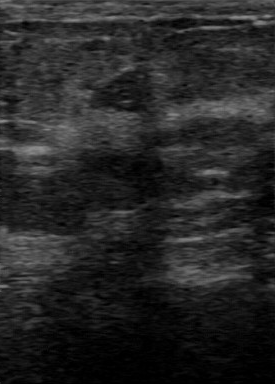
Modality: B-mode breast ultrasound.
B-mode breast ultrasound findings:
- calcifications: absent
- lesion margin: regular
- biopsy or follow-up result: benign
- echogenicity: hypoechoic
- lesion boundary: fairly clear